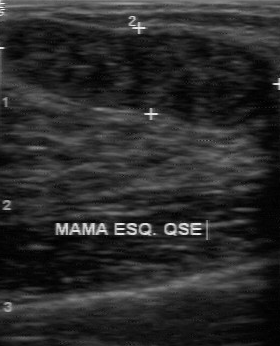
Imaging: B-mode breast ultrasound.
Calcifications are absent. The echogenicity is hypoechoic. The histopathology is fibroadenoma. Contour is regular. Lesion boundary is clear. The outcome on biopsy or follow-up is benign.